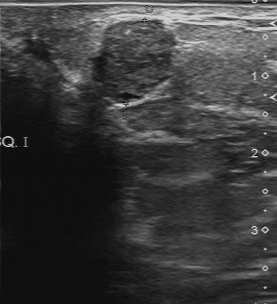
Imaging: breast sonogram.
The original reader assigned BI-RADS 3. Descriptors from an independent second read (not the reader who assigned the category): Calcifications: suspected. The lesion boundary is fairly clear. The finding is slightly hypoechoic. The finding has a regular margin. Histopathology: fibroadenoma (benign).